Imaging: B-mode breast ultrasound.
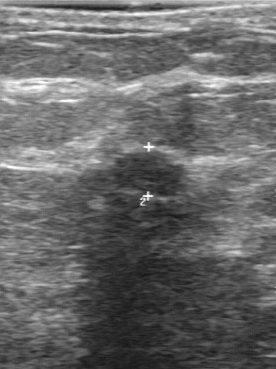
- boundary: fairly clear
- confirmed outcome (biopsy or follow-up): benign
- echo pattern: slightly hypoechoic
- lesion margin: regular
- calcifications: none